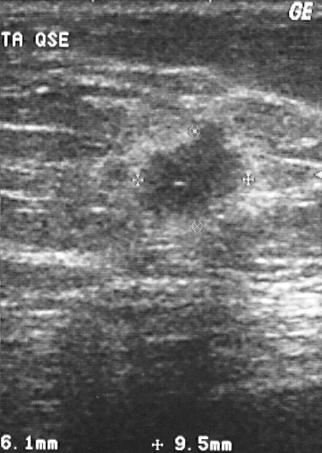
Breast ultrasound.
(coordinates in a 322x453 pixel frame) The finding occupies approximately x1=139, y1=118, x2=249, y2=222.